Imaging: breast ultrasound image.
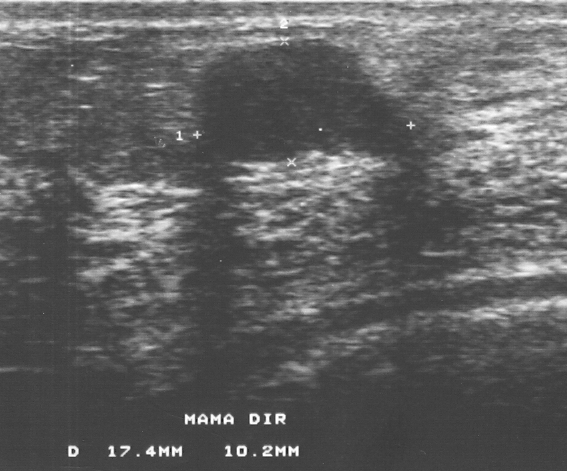
Coordinates are pixels in the 567x471 image. Segment the finding: bounding box (197,44)-(390,161).